Imaging: breast ultrasound.
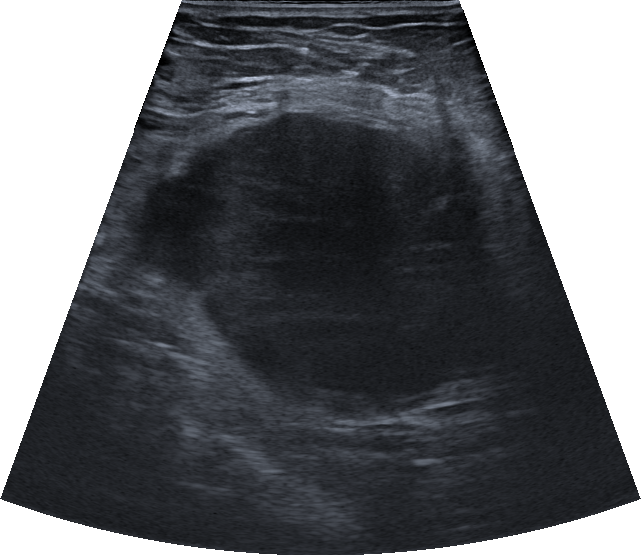
Outcome on biopsy or follow-up: malignant.